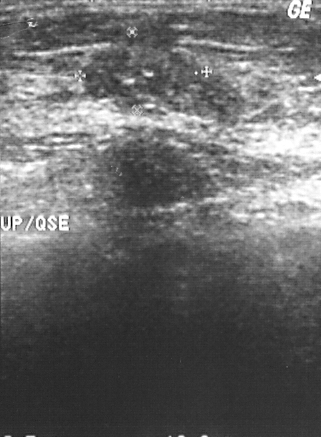
B-mode breast ultrasound.
Pixel coordinates (x1, y1, x2, y2): Lesion bounding box: top-left (80, 39), bottom-right (194, 100). The lesion is malignant on biopsy or follow-up.